Breast ultrasound image. Acquired on GE Logiq 5 @10-12MHz.
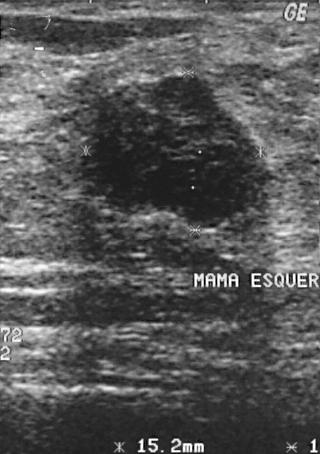
Histopathology: fibroadenoma (benign). The finding is assessed as BI-RADS 4.